Breast ultrasound image.
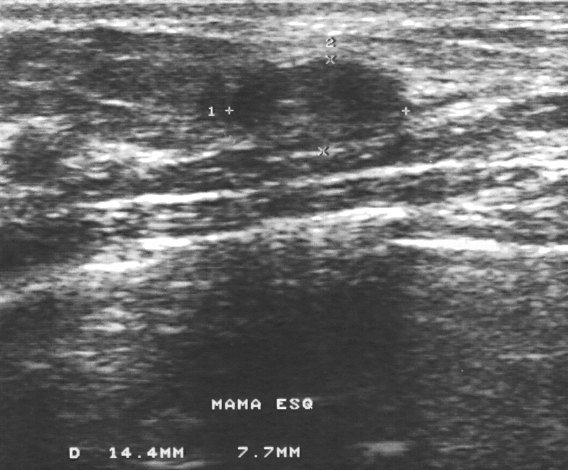
Histopathology is fibroadenoma. BI-RADS: 3.